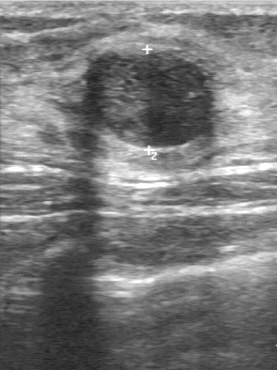
Breast ultrasound image.
The original reader assigned BI-RADS 3. Findings on the second read (an independent reader): a heterogeneous mass, margin regular, boundary clear. Biopsy showed fibroadenoma, a benign finding.